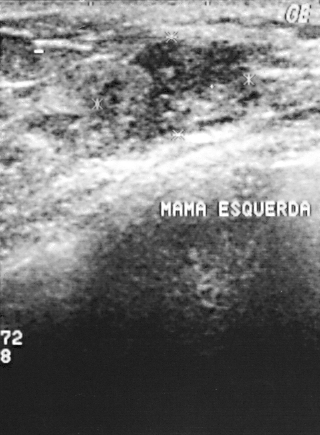
Modality: breast US.
Biopsy or follow-up result: malignant.